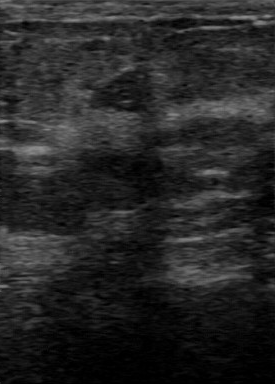
Breast ultrasound scan.
The breast lesion demonstrates regular contour, hypoechoic echo pattern, BI-RADS (first reader): 3, BI-RADS (second read): 3.